Modality: breast ultrasound.
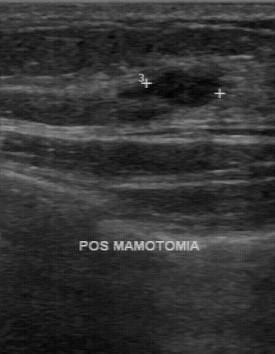
The breast lesion was categorized BI-RADS 4 in the original read. A second, independent read describes the breast lesion as follows. The breast lesion has a regular margin. There are no calcifications. The lesion boundary is clear. The breast lesion is hypoechoic. Histopathology: sclerosing adenosis (benign).